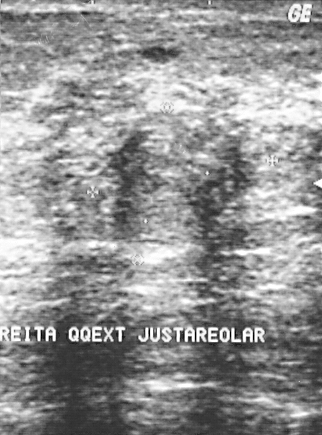
Modality: breast US.
The breast lesion is assessed as BI-RADS 3.
The biopsy result was fibroadenoma; the breast lesion is benign.